Acquired on GE Logiq 7 @10-14MHz. Modality: breast US.
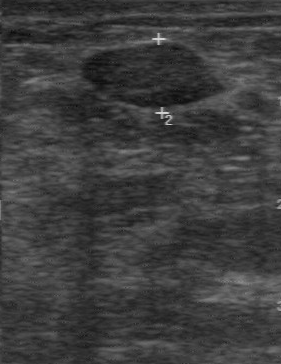
Lesion characteristics:
- confirmed outcome (biopsy or follow-up): benign
- internal echoes: hypoechoic
- calcifications: absent
- histopathology: fibroadenoma
- lesion margin: regular
- boundary: clear